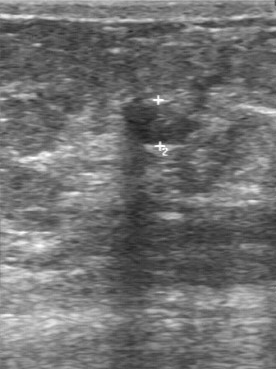
Modality: breast US.
Original-read BI-RADS category: 3. Descriptors from an independent second read (not the reader who assigned the category): The finding has a partially regular margin. Its boundary is clear. The finding is slightly hypoechoic. No calcifications are seen. Biopsy showed sclerosing adenosis, a benign finding.